Imaging: breast ultrasound image.
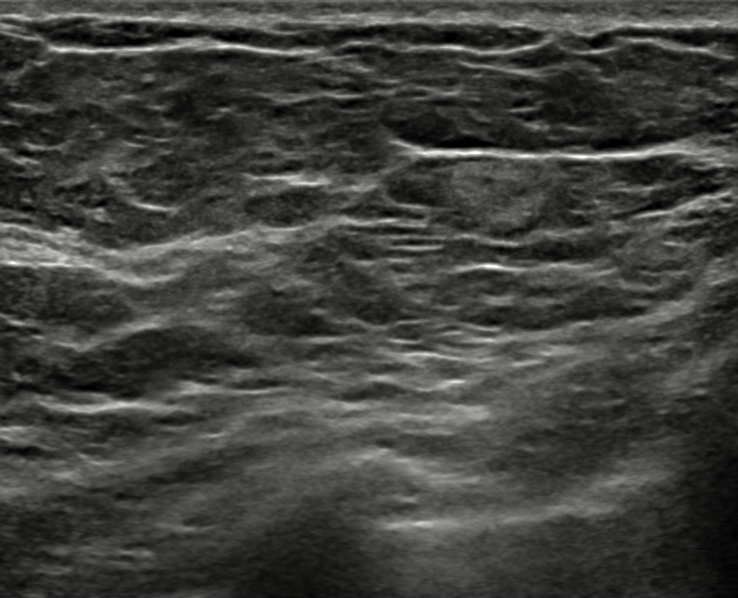
The finding was confirmed by follow-up care. BI-RADS category 2. Radiologist's impression: Lipoma. The breast lesion is benign on biopsy or follow-up. The breast lesion has a circumscribed margin. There are no posterior acoustic features. There is no skin thickening. No echogenic halo is seen. There are no calcifications. The breast lesion appears round. The breast lesion is hyperechoic.